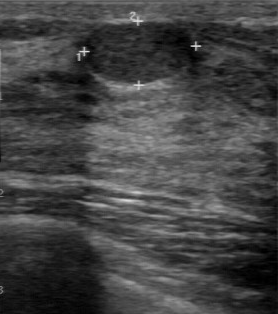
Breast ultrasound scan.
The finding is benign on biopsy or follow-up.